Breast ultrasound scan.
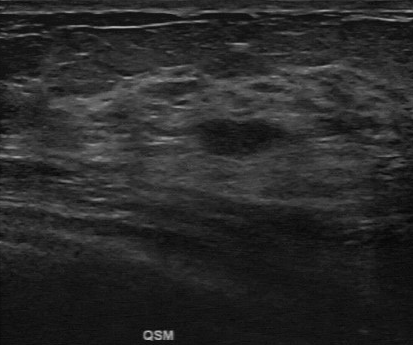
BI-RADS 3 in the original read; on a second read the margin is regular, the boundary clear and the mass hypoechoic. Biopsy showed sclerosing adenosis, a benign finding.